B-mode breast ultrasound.
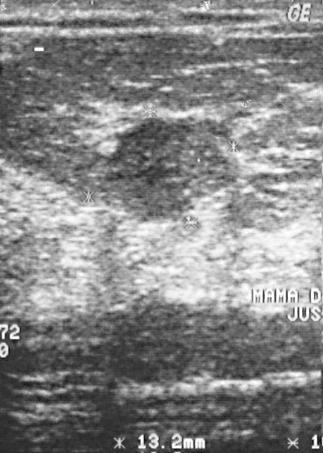
A finding is seen. It was assessed as BI-RADS 3. Pathology confirmed benign fibroadenoma.